Modality: breast ultrasound.
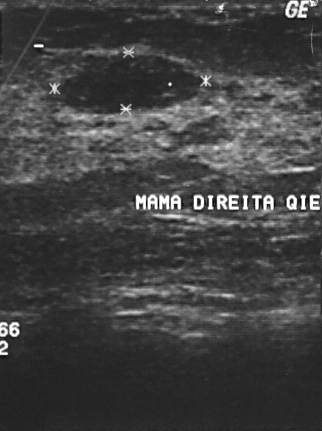
Pixel coordinates (x1, y1, x2, y2): The breast lesion occupies approximately 58 54 201 112.